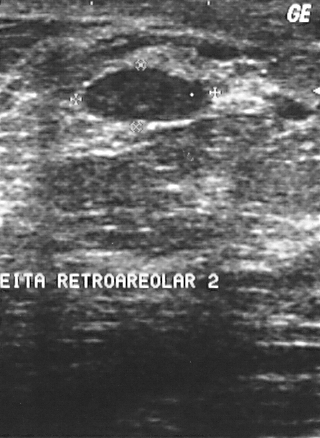
Modality: breast ultrasound. Acquired on GE Logiq 5 @10-12MHz.
Biopsy or follow-up result: benign. The finding is assessed as BI-RADS 2. Pathology confirmed fat necrosis.